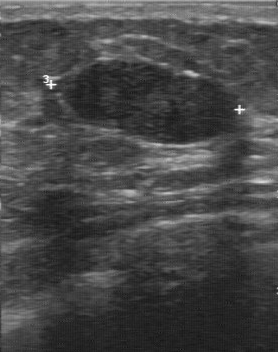
Acquired on GE Logiq 7 @10-14MHz. Breast sonogram.
Original-read BI-RADS category: 3. On a second read by an independent reader: The margin is regular. Its boundary is clear. Internally the lesion is hypoechoic. Calcifications: none. Biopsy showed fibroadenoma, a benign finding.